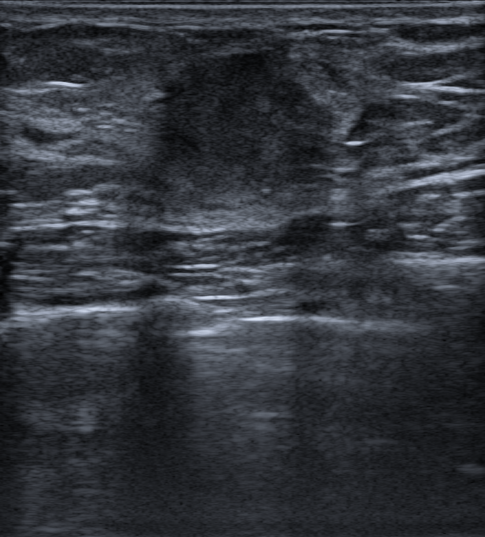
Modality: breast ultrasound image.
Breast lesion: malignant on biopsy or follow-up. BI-RADS 4C.